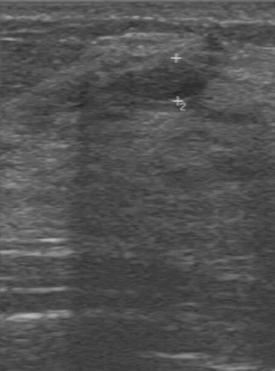
Imaging: B-mode breast ultrasound.
The histopathology is fibroadenoma. The internal echoes are hypoechoic. There are no calcifications. The contour is regular. The lesion boundary is clear.